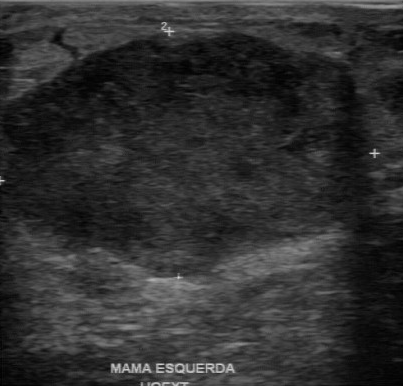
Modality: breast US.
The mass was categorized BI-RADS 5 in the original read. On a second read by an independent reader: The mass has a partially regular margin. The lesion boundary is somewhat unclear. Echo pattern: hypoechoic. There are no calcifications. Histopathology: papillary carcinoma (malignant).